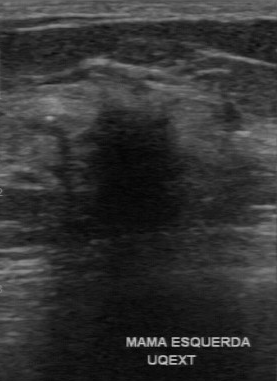
Modality: breast ultrasound scan.
Biopsy or follow-up result: malignant.